Modality: breast ultrasound image.
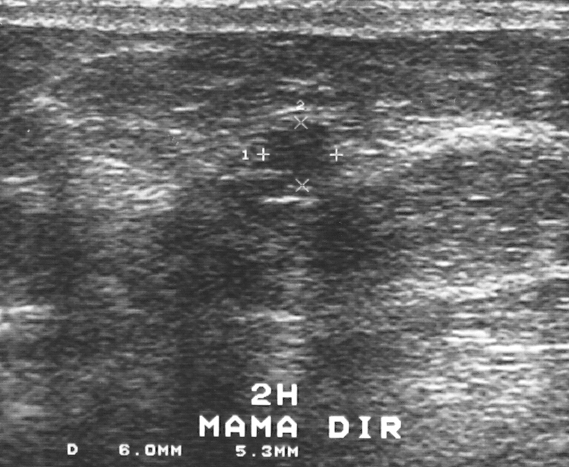
This breast ultrasound image shows a finding. Assessment: BI-RADS 4. The biopsy result was intraductal papilloma; the finding is benign.